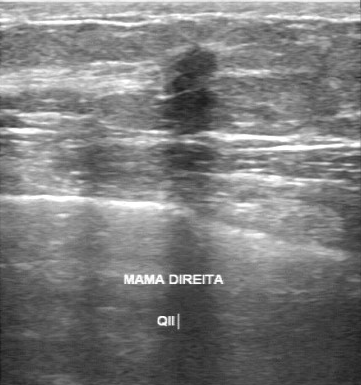
Breast US.
The breast lesion was categorized BI-RADS 4 in the original read. Findings on the second read (an independent reader): a hypoechoic breast lesion, margin irregular, boundary unclear. Calcifications: none. The biopsy result was invasive lobular carcinoma; the breast lesion is malignant.